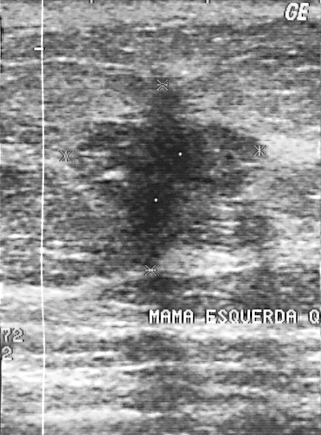
Modality: breast ultrasound scan. Acquired on GE Logiq 5 @10-12MHz.
This breast ultrasound scan shows a breast lesion. It was assessed as BI-RADS 5. Histopathology: invasive ductal carcinoma (malignant).